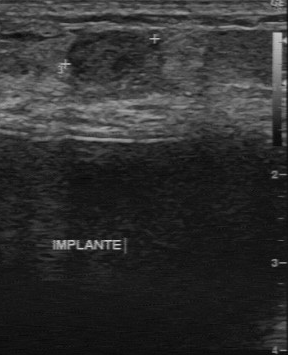
Breast ultrasound image.
BI-RADS 3 in the original read; on a second read the margin is regular, the boundary fairly clear and the finding slightly hypoechoic. No calcifications are seen. Biopsy showed fibroadenoma, a benign finding.